Imaging: breast ultrasound image.
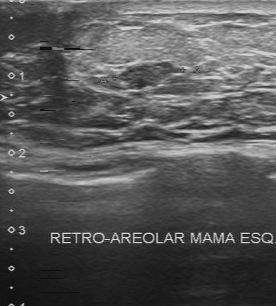
Original-read BI-RADS category: 3. On a second, independent read, a mass with a partially regular margin and a fairly clear boundary is seen; it is slightly hypoechoic. Calcifications: none. The biopsy result was fibroadenoma; the mass is benign.